Modality: breast ultrasound image.
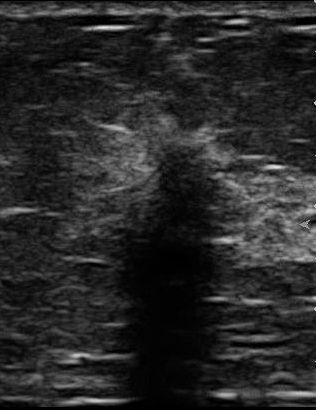
Lesion characteristics:
- calcifications: absent
- internal echoes: hypoechoic
- lesion boundary: unclear
- biopsy or follow-up result: malignant
- lesion margin: irregular